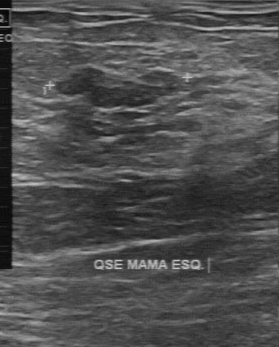
Modality: breast ultrasound.
Outcome on biopsy or follow-up: benign.